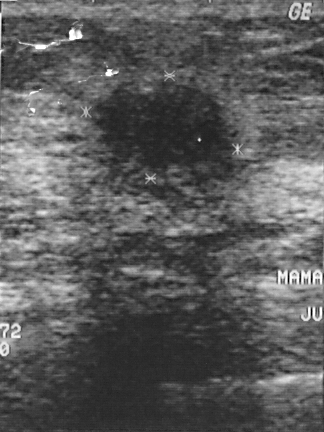
Acquired on GE Logiq 5 @10-12MHz. Imaging: breast US.
A mass is present on this breast US. It was assessed as BI-RADS 4. The biopsy result was invasive ductal carcinoma; the mass is malignant.